Modality: B-mode breast ultrasound.
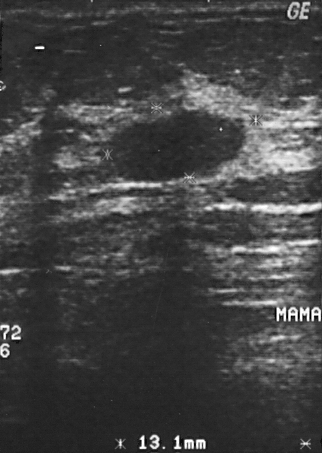
A lesion is seen with biopsy or follow-up result: benign, histopathology: fibroadenoma, BI-RADS category: 2.